Modality: breast ultrasound image.
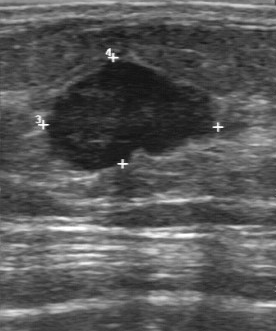
Pixel coordinates (x1, y1, x2, y2): Segment the breast lesion: bounding box 45 59 219 173. The breast lesion is malignant on biopsy or follow-up. BI-RADS 4.